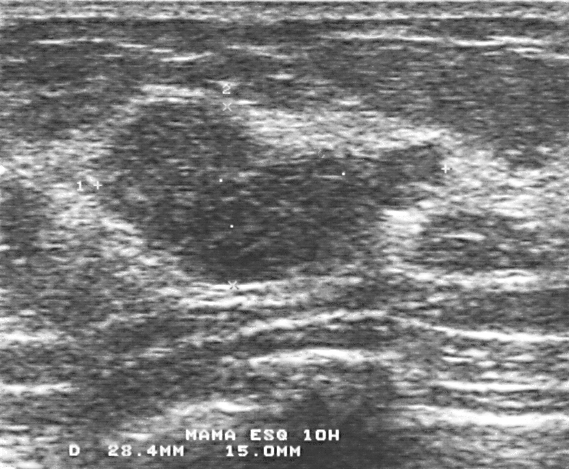
Modality: breast ultrasound scan.
Assigned BI-RADS 4.
Biopsy showed fibroadenoma, a benign finding.